Imaging: breast ultrasound.
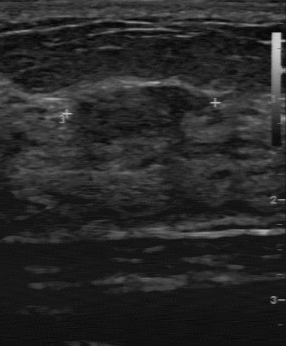
This breast ultrasound shows a mass with original BI-RADS: 4, calcifications: absent, biopsy or follow-up result: benign, slightly hypoechoic echo pattern, independent BI-RADS assessment: 4A.